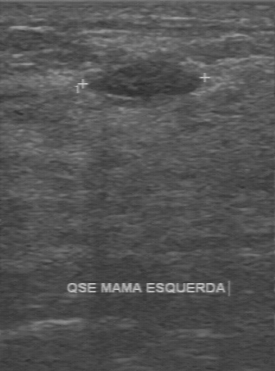
Modality: breast sonogram.
(coordinates in a 275x371 pixel frame) Finding bounding box: x1=100, y1=61, x2=199, y2=97.